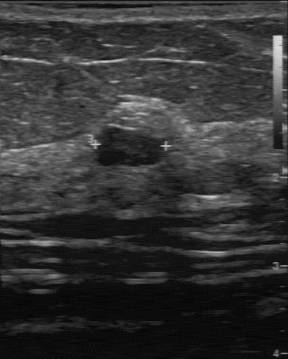
Breast ultrasound scan.
The biopsy or follow-up result is benign. BI-RADS is 4. Biopsy result is fibroadenoma.